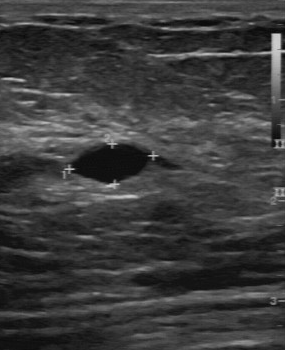
Modality: breast ultrasound.
Outcome on biopsy or follow-up: benign.